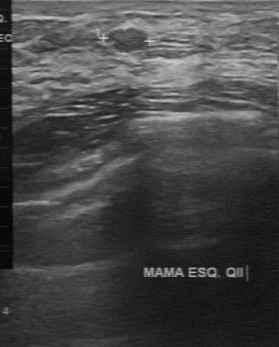
Breast US. Scanner: GE Logiq 7 @10-14MHz.
The finding is benign on biopsy or follow-up.